Modality: breast ultrasound scan.
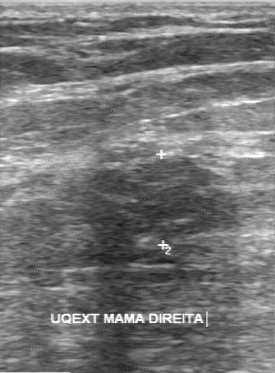
FINDINGS: Breast ultrasound scan. Histopathology: fibroadenoma. Margin: partially regular. Calcifications: absent. Echo pattern: slightly hypoechoic. Boundary: somewhat unclear.
OUTCOME ON BIOPSY OR FOLLOW-UP: benign.